Acquired on GE Logiq 5 @10-12MHz. Imaging: breast ultrasound image.
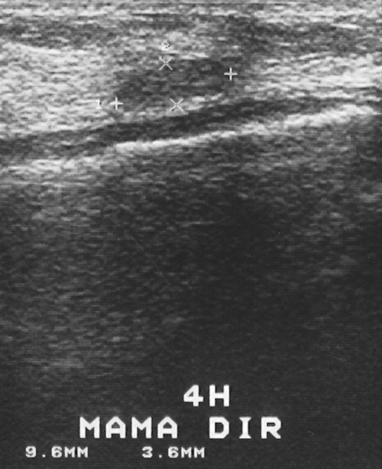
Outcome on biopsy or follow-up: benign. BI-RADS category: 2. Histopathology: lipoma.
OUTCOME ON BIOPSY OR FOLLOW-UP: benign.